Imaging: breast ultrasound scan.
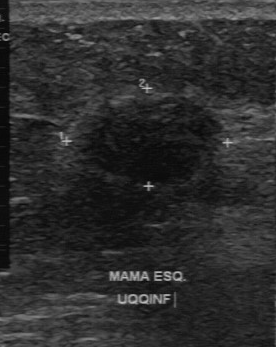
The lesion was categorized BI-RADS 4 in the original read. Descriptors from an independent second read (not the reader who assigned the category): The margin is regular. Internally the lesion is hypoechoic. Boundary: fairly clear. Calcifications: none. Histopathology: invasive ductal carcinoma (malignant).